Imaging: breast ultrasound scan.
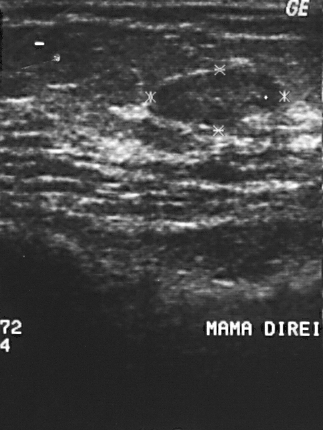
Pixel coordinates (x1, y1, x2, y2): Lesion region of interest: (157,71)-(283,125).